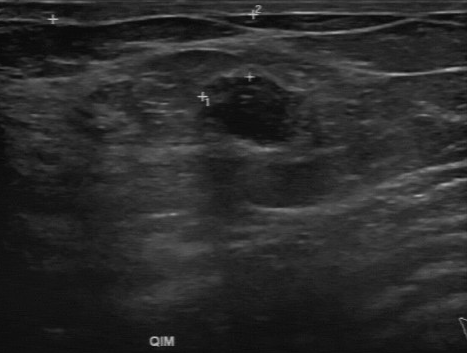
Breast US.
The mass was assessed as BI-RADS 2 by the original reader. On a second, independent read, a mass with a regular margin and a fairly clear boundary is seen; it is slightly hypoechoic. No calcifications are seen. Pathology confirmed benign cyst.